Acquired on GE Logiq 7 @10-14MHz. Modality: breast sonogram.
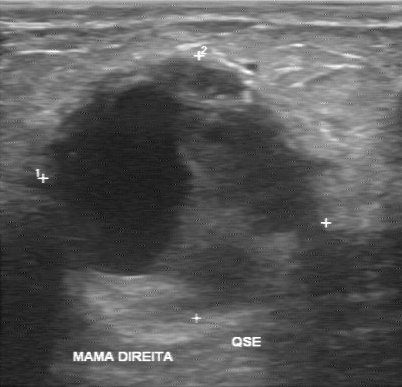
BI-RADS category: 4. Pathology: invasive ductal carcinoma.